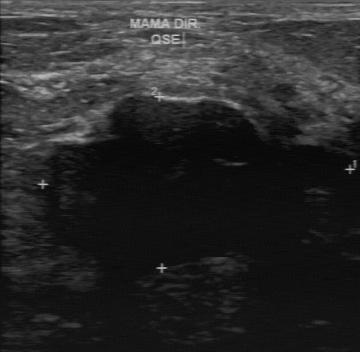
Modality: breast ultrasound.
Finding: mass, benign on biopsy or follow-up. BI-RADS 3.